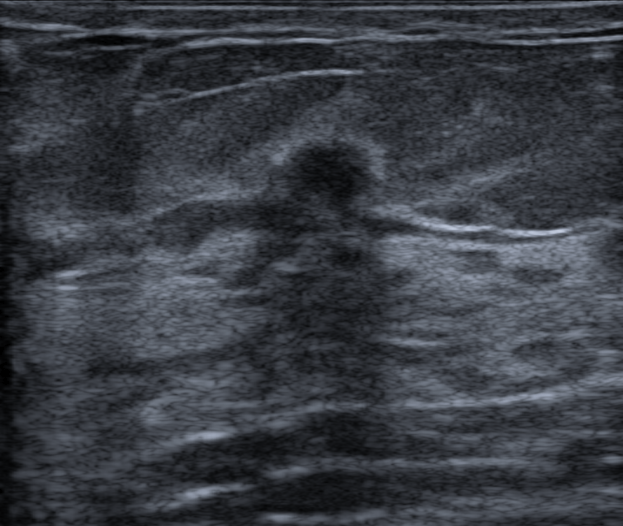
45-year-old patient. Modality: breast US.
Assigned BI-RADS 4C.
The breast lesion is irregular in shape.
The margin is not circumscribed (indistinct).
The breast lesion is hypoechoic.
Posterior shadowing is present.
There is an echogenic halo.
There are no calcifications.
There is no skin thickening.